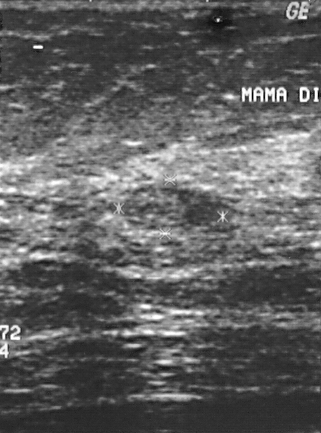
Acquired on GE Logiq 5 @10-12MHz. Imaging: breast US.
The mass is benign on biopsy or follow-up. BI-RADS 3.